Breast ultrasound scan.
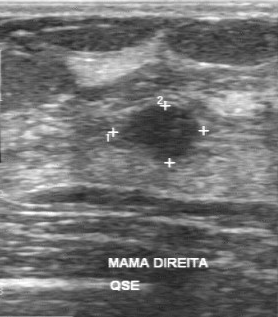
Outcome on biopsy or follow-up: benign. (BI-RADS category 2.)